Breast sonogram.
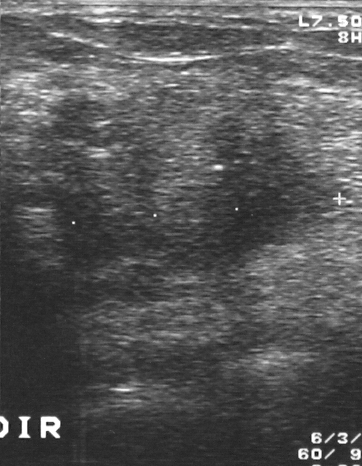
Finding bounding box: (24, 83) to (338, 280).